Modality: breast ultrasound. Acquired on GE Logiq 5 @10-12MHz.
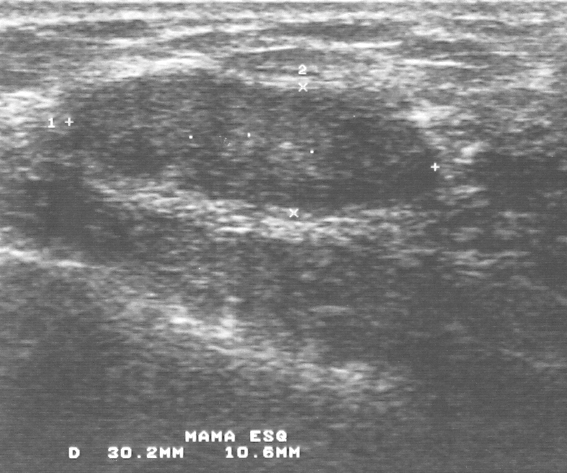
(coordinates in a 567x473 pixel frame) The mass is located within the bounding box [76, 70, 433, 211].